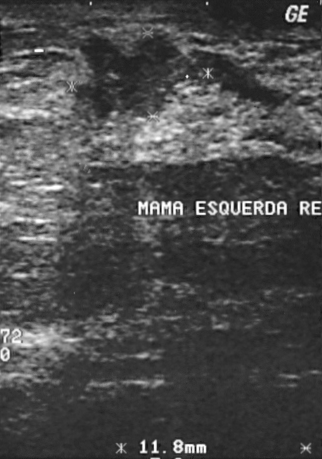
Acquired on GE Logiq 5 @10-12MHz. Modality: breast US.
A mass is present on this breast US. Assessment: BI-RADS 4. The biopsy result was invasive ductal carcinoma; the mass is malignant.